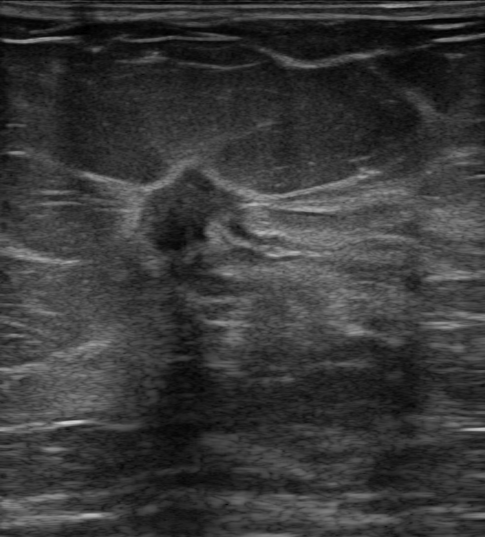
Breast sonogram.
There is no skin thickening. There are no posterior acoustic features. An echogenic halo is present. No calcifications are seen. The mass is irregular in shape. Margin: not circumscribed, spiculated. Internally the mass is hypoechoic. Outcome on biopsy or follow-up: malignant. Biopsy confirmed invasive carcinoma of no special type (NST). Radiologist's impression: Suspicion of malignancy. BI-RADS assessment: 5.